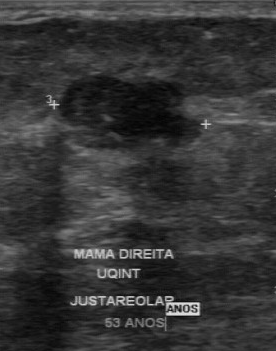
Scanner: GE Logiq 7 @10-14MHz. Imaging: B-mode breast ultrasound.
Outcome on biopsy or follow-up is malignant. Calcifications are suspected. The contour is irregular. Echogenicity is hypoechoic. Histopathology is invasive ductal carcinoma. Lesion boundary is somewhat unclear.